Breast ultrasound image.
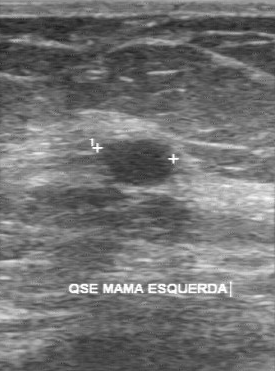
The breast lesion was categorized BI-RADS 3 in the original read. Findings on the second read (an independent reader): a hypoechoic breast lesion, margin regular, boundary clear. Biopsy showed fibroadenoma, a benign finding.